Modality: breast ultrasound image.
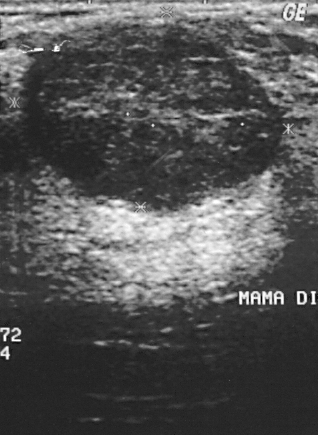
The breast lesion is benign on biopsy or follow-up. BI-RADS 2.